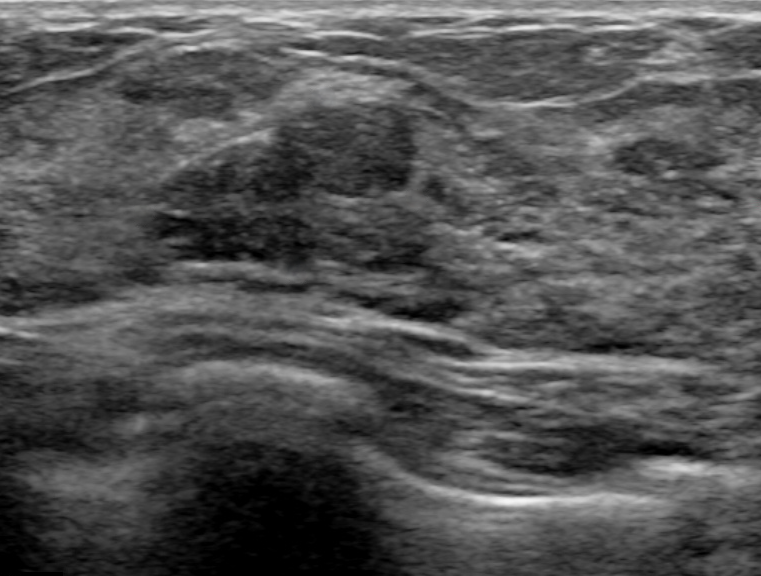
Background tissue composition: lactating and heterogeneous: predominantly fibroglandular. Modality: breast ultrasound scan.
(coordinates in a 761x576 pixel frame) Lesion region of interest: (143, 96) to (424, 276). The breast lesion is benign on biopsy or follow-up.